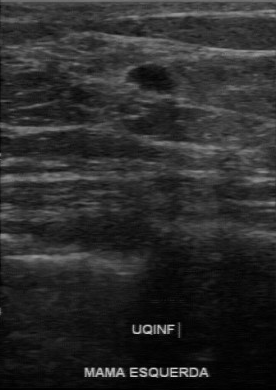
Imaging: breast ultrasound.
BI-RADS 4 in the original read; on a second read the margin is partially regular, the boundary clear and the finding hypoechoic. The biopsy result was intraductal papilloma; the finding is benign.